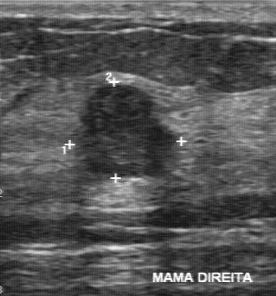
Breast US.
A breast lesion is seen with second-reader BI-RADS: 4A.